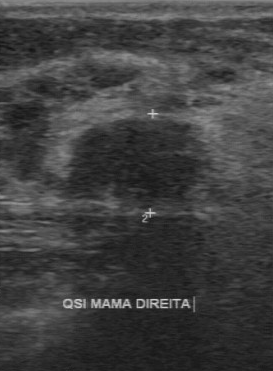
Modality: breast ultrasound. Acquired on GE Logiq 7 @10-14MHz.
A lesion is seen with outcome on biopsy or follow-up: benign, BI-RADS (second read): 3.